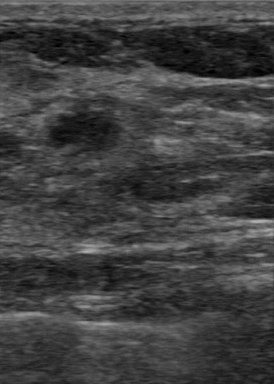
Imaging: breast sonogram.
The finding was assessed as BI-RADS 4 by the original reader.
A second, independent read describes the finding as follows.
The margin is regular.
The lesion boundary is clear.
Echo pattern: hypoechoic.
Calcifications: none.
Biopsy showed phyllodes tumor, a benign finding.